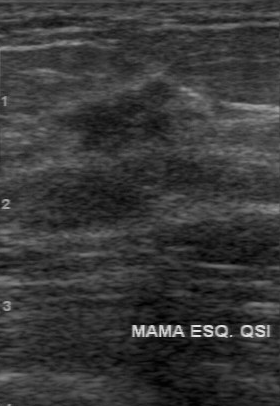
Scanner: GE Logiq 7 @10-14MHz. Imaging: B-mode breast ultrasound.
Biopsy or follow-up result: malignant. Calcifications are absent. Boundary: unclear. The lesion margin is irregular. Internal echoes: slightly hypoechoic.